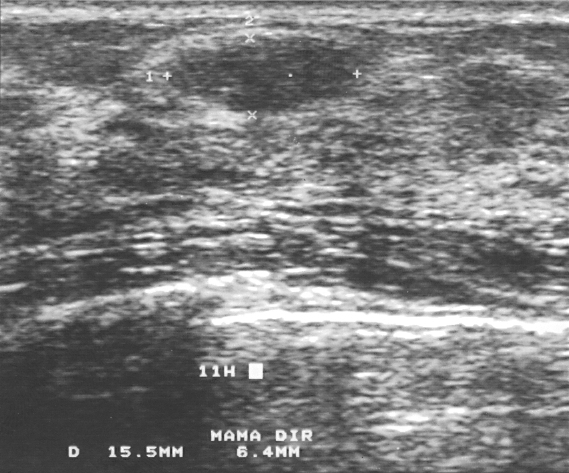
Modality: B-mode breast ultrasound.
Assigned BI-RADS 3.
Outcome on biopsy or follow-up: benign.
Histopathology: fibrocystic changes (benign).